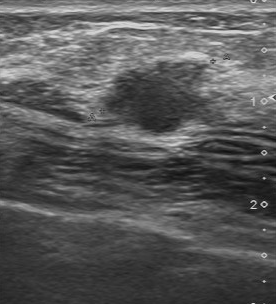
Imaging: breast sonogram. Scanner: Toshiba Aplio 300 @12-14 MHz.
The lesion was assessed as BI-RADS 4 by the original reader. Findings on the second read (an independent reader): a slightly hypoechoic lesion, margin partially regular, boundary somewhat unclear. Histopathology: invasive ductal carcinoma (malignant).